Modality: breast ultrasound scan.
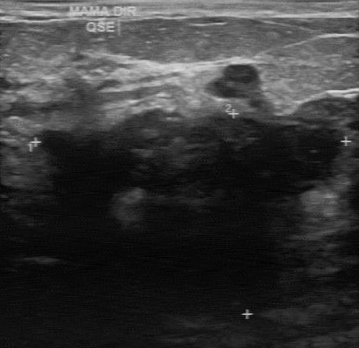
Biopsy or follow-up result: malignant.